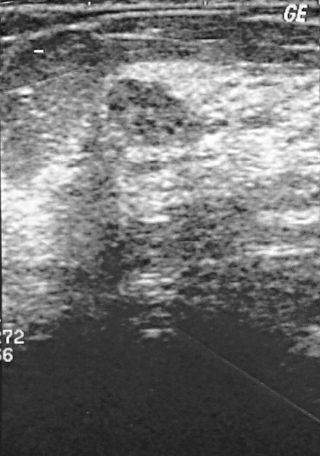
Modality: breast ultrasound image.
Histopathology: intraductal papilloma (benign). This mass proved benign on biopsy or follow-up. BI-RADS assessment: 3.